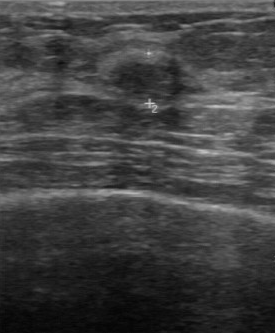
Imaging: breast sonogram.
The mass was categorized BI-RADS 3 in the original read.
On a second read by an independent reader:
Margin: regular.
Its boundary is clear.
The mass is hypoechoic.
Calcifications: none.
Biopsy showed fibroadenoma, a benign finding.